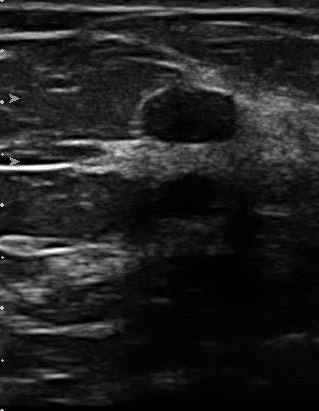
Acquired on U-Systems @10-14MHz. Modality: B-mode breast ultrasound.
BI-RADS 2 in the original read; on a second read the margin is regular, the boundary clear and the mass hypoechoic. Biopsy showed fibroadenoma, a benign finding.